Imaging: breast US.
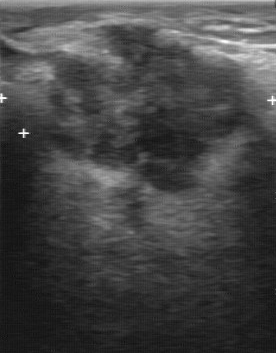
The original reader assigned BI-RADS 4. A second, independent read describes the breast lesion as follows. Its boundary is unclear. The breast lesion is hypoechoic. There are no calcifications. The margin is irregular. Histopathology: invasive ductal carcinoma (malignant).